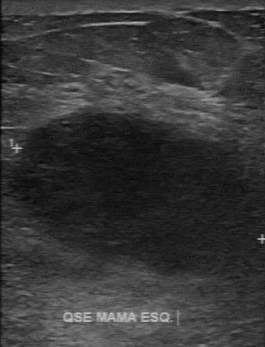
Modality: breast sonogram.
Biopsy or follow-up result: malignant.